Modality: breast US.
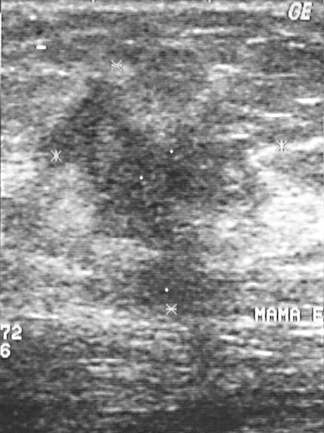
Biopsy or follow-up result: malignant. The biopsy result was invasive ductal carcinoma. The lesion is assessed as BI-RADS 5.